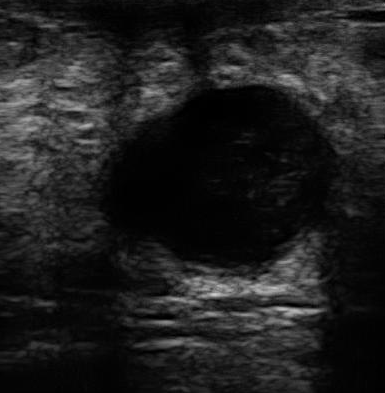
Acquired on U-Systems @10-14MHz. Modality: breast sonogram.
This breast sonogram shows a breast lesion, benign on biopsy or follow-up. (BI-RADS category 2.)